Acquired on GE Logiq 7 @10-14MHz. Imaging: breast US.
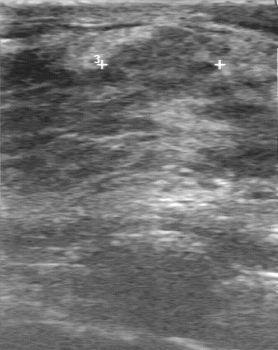
BI-RADS 3 in the original read.
A second, independent read describes the breast lesion as follows.
The breast lesion has a partially regular margin.
Boundary: fairly clear.
The breast lesion is slightly hypoechoic.
Calcifications: none.
Biopsy showed sclerosing adenosis, a benign finding.